Modality: B-mode breast ultrasound.
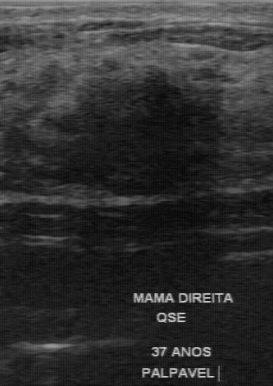
FINDINGS: B-mode breast ultrasound. BI-RADS: 4. Histopathology: fibrocystic changes.
OUTCOME ON BIOPSY OR FOLLOW-UP: benign.